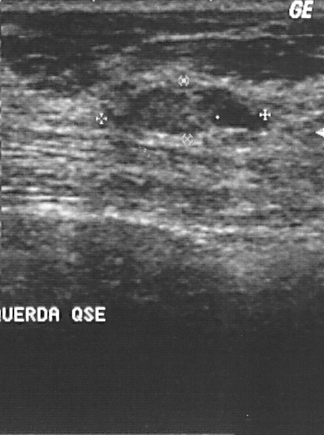
Imaging: B-mode breast ultrasound.
Outcome on biopsy or follow-up: benign. BI-RADS 2.